Patient age: 56. Breast ultrasound image.
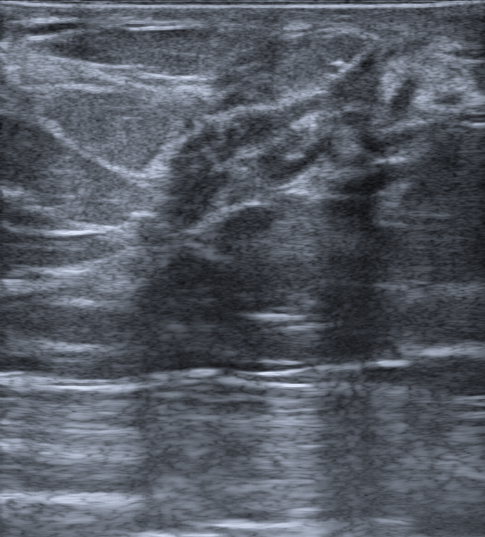
Findings: an irregular finding of heterogeneous echotexture with indistinct margins. There are no posterior features. Calcifications: intraductal. The finding is categorized as BI-RADS 4B; on biopsy or follow-up it was benign. Biopsy result: Fibrosclerosis.